Breast ultrasound scan.
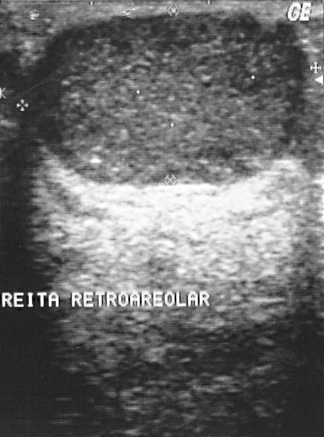
- BI-RADS category: 2
- biopsy or follow-up result: benign